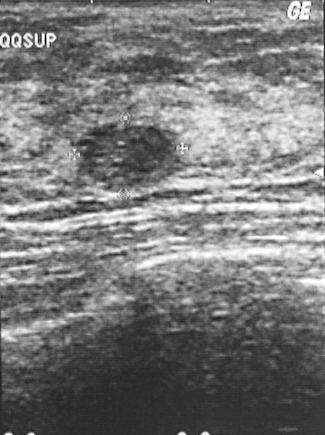
Breast ultrasound.
The finding is assessed as BI-RADS 2.
Biopsy showed fibroadenoma, a benign finding.